Breast ultrasound scan.
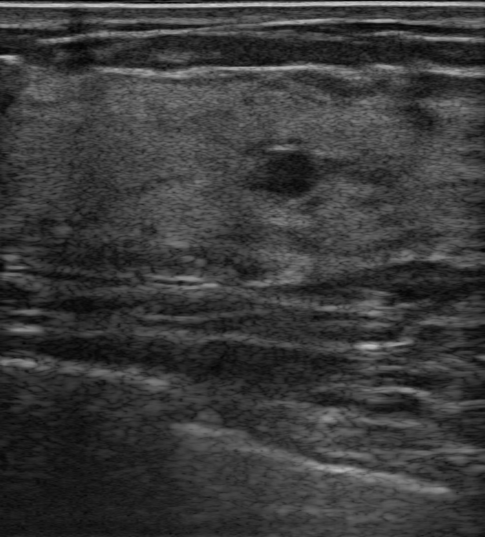
There is a round breast lesion that is hypoechoic, with a circumscribed margin. There are no posterior acoustic features. No calcifications are seen. BI-RADS assessment: 3; biopsy or follow-up result: benign.